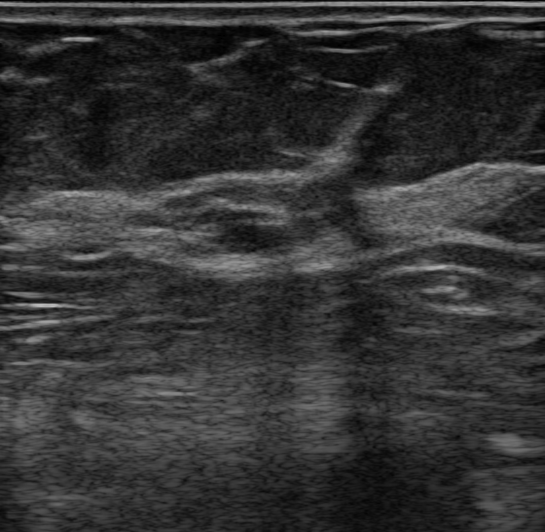
Patient age: 65. Breast US. Background echotexture is heterogeneous: predominantly fat.
Shape is oval. The biopsy result is Benign mammary dysplasia. The skin thickening is absent. There are no calcifications. There is no echogenic halo. The outcome on biopsy or follow-up is benign. Margin is circumscribed. BI-RADS category is 4A. The echo pattern is hypoechoic. There are no posterior features.